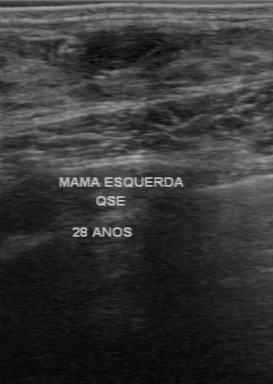
Breast ultrasound image.
The breast lesion is benign on biopsy or follow-up.